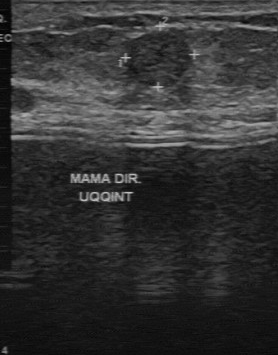
Breast sonogram. Acquired on GE Logiq 7 @10-14MHz.
Lesion characteristics:
- BI-RADS category: 3